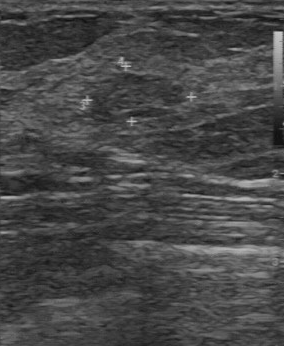
B-mode breast ultrasound.
The BI-RADS (first reader) is 2. Boundary is fairly clear. BI-RADS on independent re-read is 3. Contour is regular. The echo pattern is slightly hypoechoic.